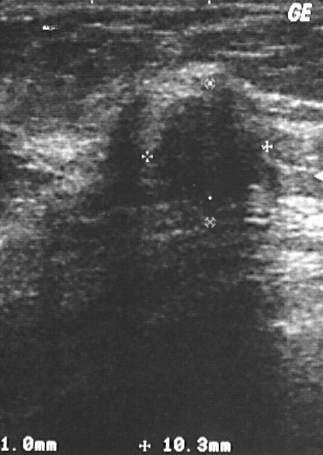
B-mode breast ultrasound. Acquired on GE Logiq 5 @10-12MHz.
Pixel coordinates (x1, y1, x2, y2): Breast lesion bounding box: x1=150, y1=85, x2=267, y2=224. BI-RADS 4.